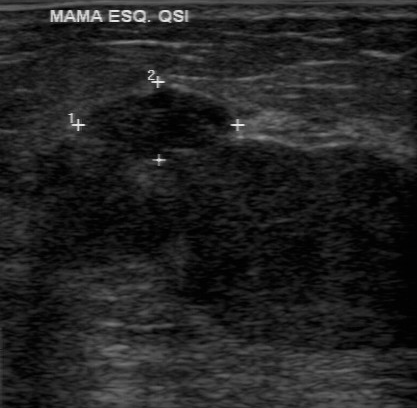
Modality: breast sonogram.
The finding demonstrates biopsy or follow-up result: malignant, BI-RADS: 4, biopsy result: phyllodes tumor.